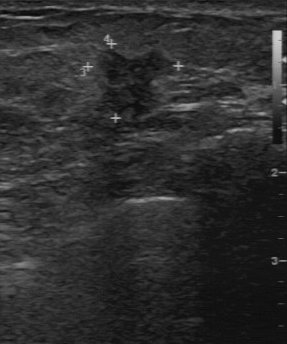
Breast US.
Biopsy result is invasive ductal carcinoma. The biopsy or follow-up result is malignant. BI-RADS is 4.